Imaging: B-mode breast ultrasound.
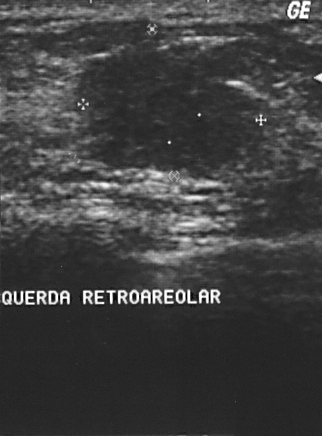
BI-RADS assessment: 4. The histopathology is invasive ductal carcinoma. Outcome on biopsy or follow-up: malignant.